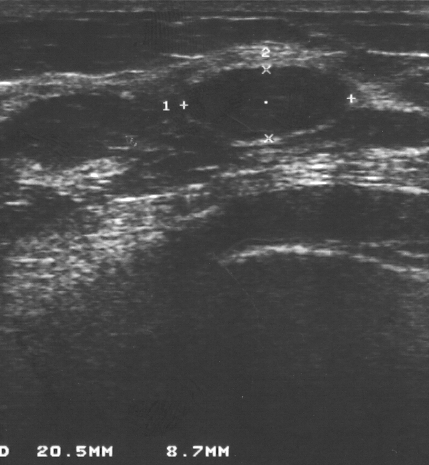
Modality: breast US.
The BI-RADS category is 2. The pathology is fibroadenoma. Biopsy or follow-up result: benign.